Modality: B-mode breast ultrasound.
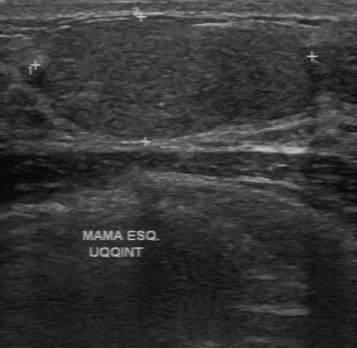
Pixel coordinates (x1, y1, x2, y2): The finding occupies approximately 39 21 311 140. BI-RADS 3.